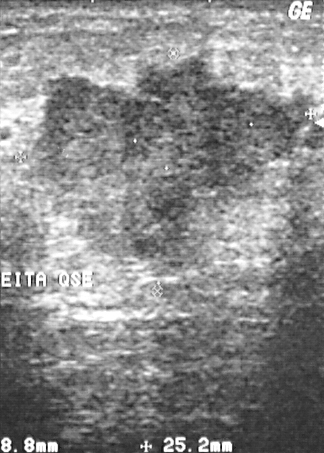
Imaging: breast ultrasound.
A lesion is seen. BI-RADS category 5. Biopsy showed invasive ductal carcinoma, a malignant finding.